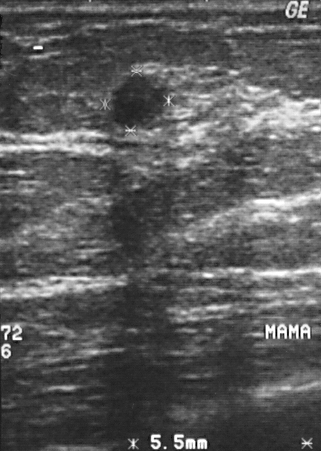
Modality: breast sonogram.
Assigned BI-RADS 2. Pathology confirmed fat necrosis. This finding proved benign on biopsy or follow-up.